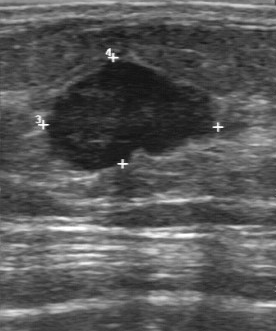
Breast ultrasound scan.
Breast ultrasound scan findings:
- second-reader BI-RADS: 4A
- margin: partially regular
- lesion boundary: fairly clear
- confirmed outcome (biopsy or follow-up): malignant